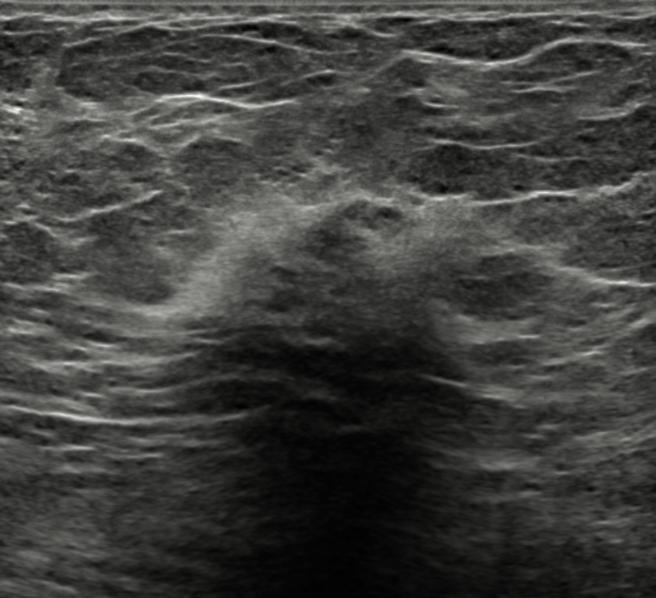
Modality: breast ultrasound image. Background echotexture is homogeneous: fat. Patient age: 56.
The finding is irregular in shape.
Margins are not circumscribed, with indistinct features.
Echogenicity: heterogeneous.
There are no posterior acoustic features.
Echogenic halo: present.
Calcifications: none.
Skin thickening: none.
Radiologist's impression: Suspicion of malignancy; Dysplasia.
Assigned BI-RADS 5.
The finding is benign on biopsy or follow-up.